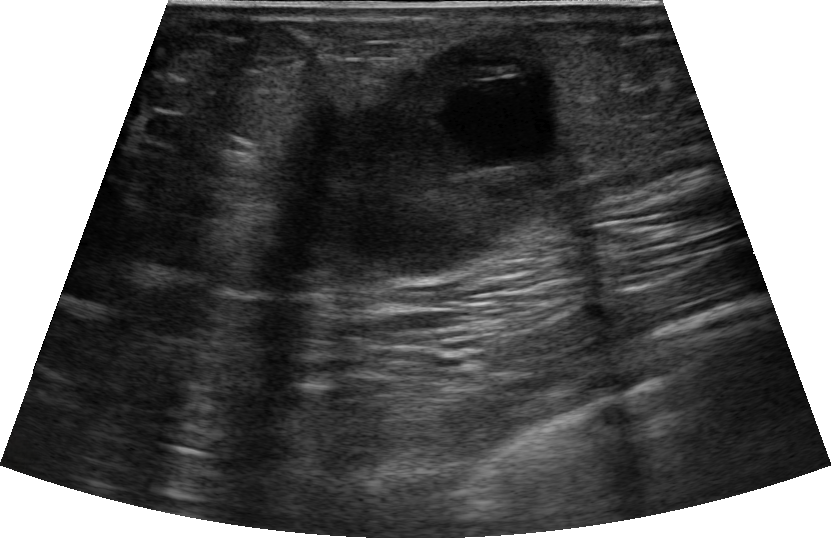
Background tissue composition: homogeneous: fibroglandular. Breast ultrasound.
This breast ultrasound shows a mass, malignant on biopsy or follow-up.